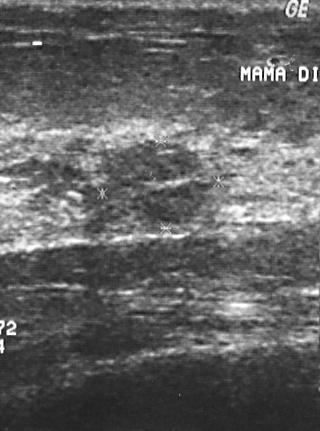
Imaging: breast ultrasound scan.
A breast lesion is present on this breast ultrasound scan. It was assessed as BI-RADS 4. The biopsy result was invasive ductal carcinoma; the breast lesion is malignant.